Imaging: breast sonogram.
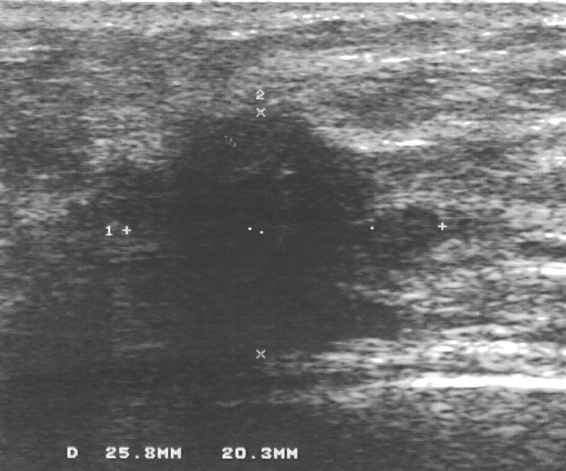
Finding: mass, malignant on biopsy or follow-up. (BI-RADS category 4.)